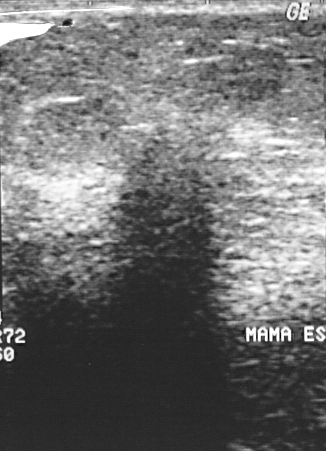
Breast US. Acquired on GE Logiq 5 @10-12MHz.
This breast US shows a lesion. Assessment: BI-RADS 4. Pathology confirmed malignant invasive ductal carcinoma.